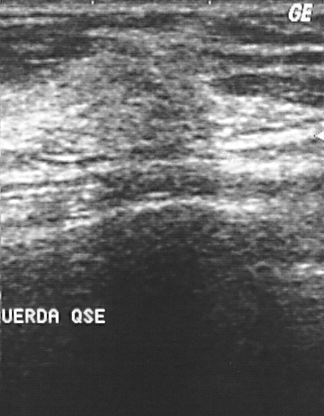
Modality: breast ultrasound image.
This breast ultrasound image shows a breast lesion. It was assessed as BI-RADS 4. Pathology confirmed malignant invasive lobular carcinoma.